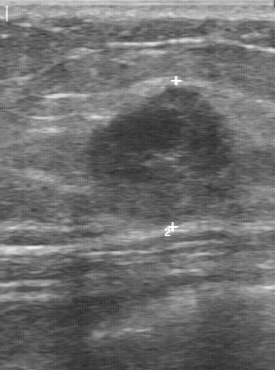
Acquired on GE Logiq 7 @10-14MHz. Breast ultrasound scan.
Coordinates are pixels in the 275x370 image. The breast lesion occupies approximately x1=86, y1=85, x2=249, y2=232. The breast lesion is malignant on biopsy or follow-up. BI-RADS 4.